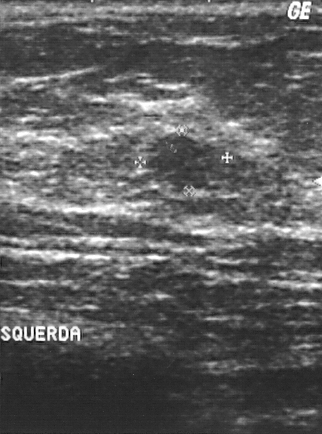
Breast US.
FINDINGS: BI-RADS: 3. Outcome on biopsy or follow-up: benign.
OUTCOME ON BIOPSY OR FOLLOW-UP: benign.